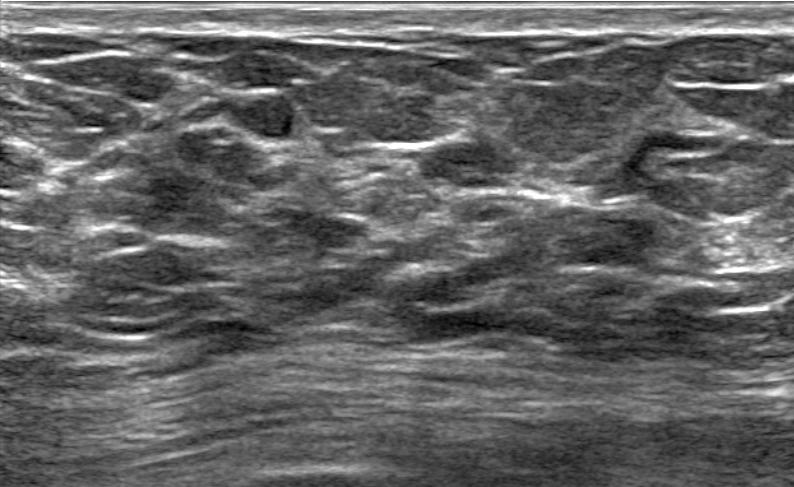
B-mode breast ultrasound.
This B-mode breast ultrasound shows a mass, benign on biopsy or follow-up. (BI-RADS category 4A.)